B-mode breast ultrasound. Background echotexture is heterogeneous: predominantly fat.
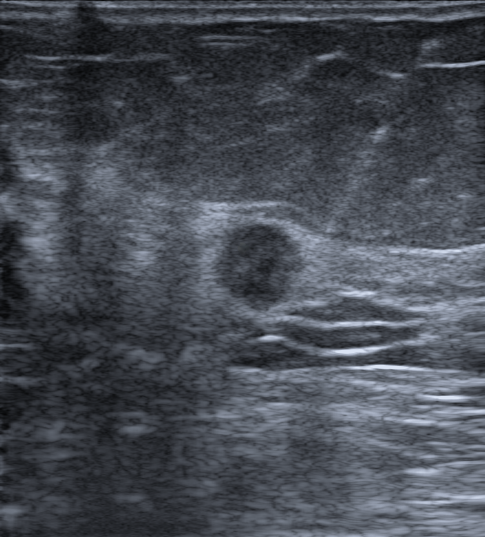
Breast lesion: malignant on biopsy or follow-up.